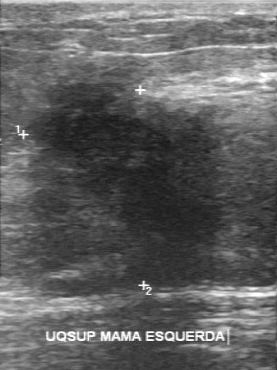
Breast ultrasound image.
Breast ultrasound image findings:
- BI-RADS assessment: 5